Imaging: breast ultrasound.
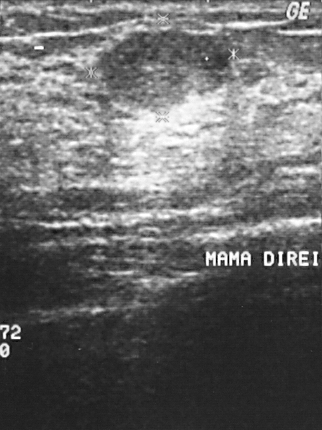
Pixel coordinates (x1, y1, x2, y2): Lesion region of interest: (100,31)-(225,111). BI-RADS 2.